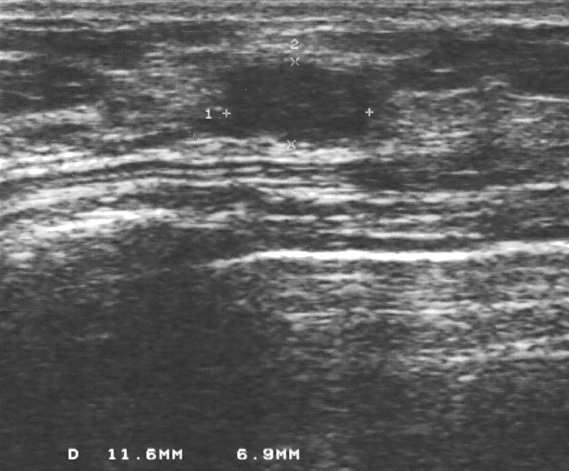
Breast ultrasound scan.
Coordinates are pixels in the 569x471 image. Lesion region of interest: [225, 63, 370, 142].